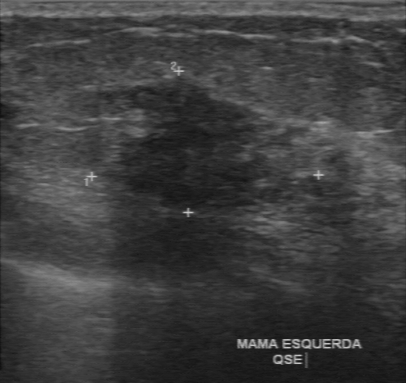
Imaging: breast ultrasound scan.
FINDINGS: BI-RADS on independent re-read: 4B. BI-RADS (first reader): 4. Confirmed outcome (biopsy or follow-up): malignant. Calcifications: absent.